B-mode breast ultrasound.
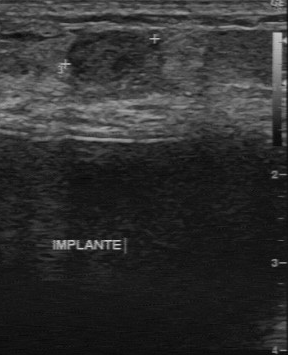
B-mode breast ultrasound findings:
- contour: regular
- calcifications: none
- echogenicity: slightly hypoechoic
- lesion boundary: fairly clear